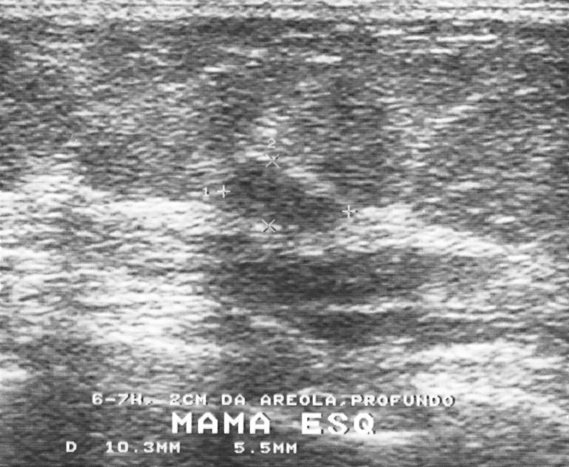
Imaging: breast ultrasound.
BI-RADS category 3.
The biopsy result was fibroadenoma.
This finding proved benign on biopsy or follow-up.